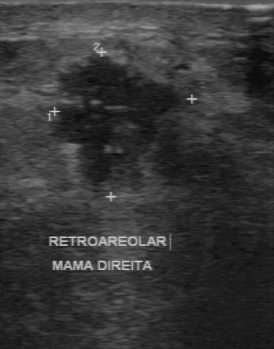
Scanner: GE Logiq 7 @10-14MHz. Modality: breast US.
A finding is seen with irregular lesion margin, heterogeneous internal echoes, outcome on biopsy or follow-up: malignant, calcifications: multiple clustered microcalcifications, pathology: invasive ductal carcinoma, unclear lesion boundary.